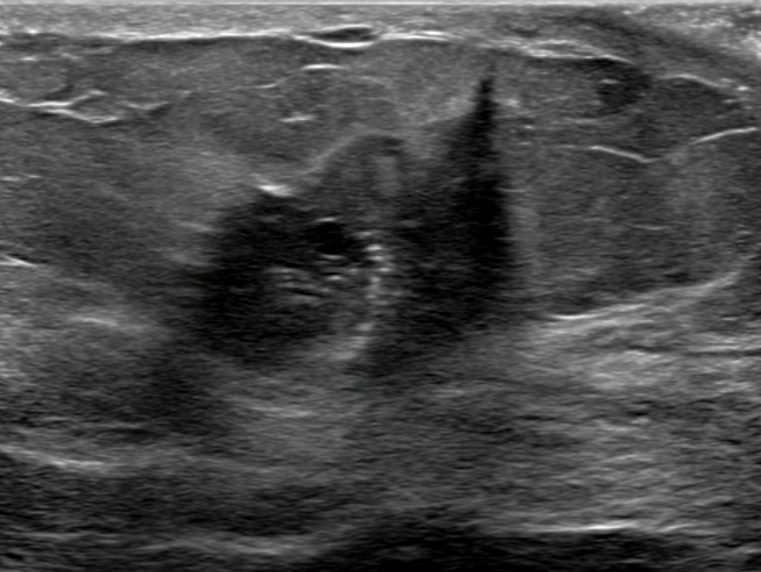
Modality: breast ultrasound image.
Outcome on biopsy or follow-up: malignant.